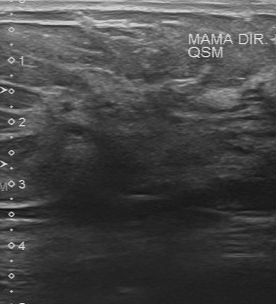
Breast US.
Lesion: malignant on biopsy or follow-up. (BI-RADS category 5.)